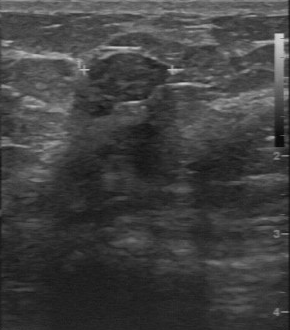
Imaging: breast sonogram. Scanner: GE Logiq 7 @10-14MHz.
The mass is benign on biopsy or follow-up.